Imaging: breast ultrasound. Age 37. Background tissue composition: homogeneous: fibroglandular.
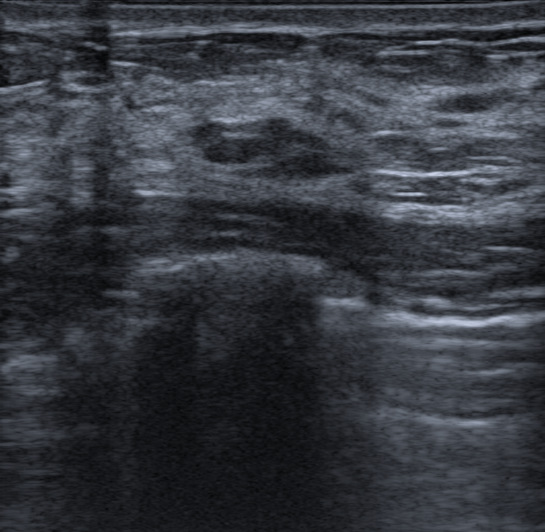
This breast ultrasound shows a mass with oval shape, heterogeneous echogenicity, outcome on biopsy or follow-up: benign, circumscribed lesion margin, skin thickening: none, BI-RADS: 3, posterior features: none, echogenic halo: absent, calcifications: absent.